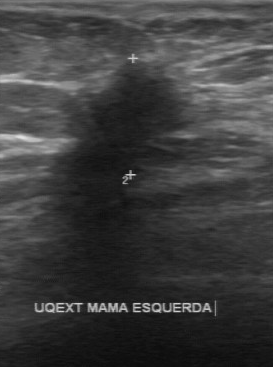
Modality: breast US. Scanner: GE Logiq 7 @10-14MHz.
The finding was assessed as BI-RADS 4 by the original reader.
Descriptors from an independent second read (not the reader who assigned the category):
Margin: irregular.
The lesion boundary is unclear.
The finding is hypoechoic.
There are no calcifications.
The biopsy result was fibrocystic changes; the finding is benign.